Imaging: breast ultrasound image.
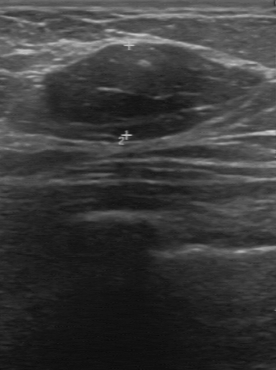
Breast ultrasound image findings:
- internal echoes: hypoechoic
- contour: regular
- lesion boundary: clear
- outcome on biopsy or follow-up: benign
- calcifications: none